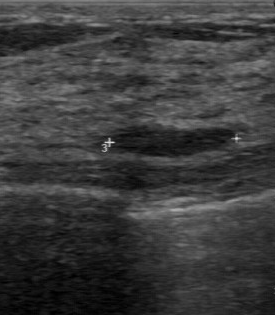
Breast US.
BI-RADS 2 in the original read. Findings on the second read (an independent reader): a hypoechoic lesion, margin regular, boundary clear. Histopathology: intraductal papilloma (benign).